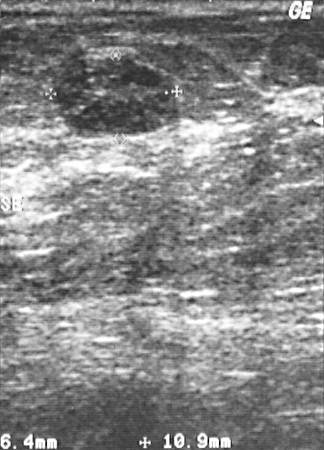
Imaging: breast ultrasound. Acquired on GE Logiq 5 @10-12MHz.
Mass: benign on biopsy or follow-up.